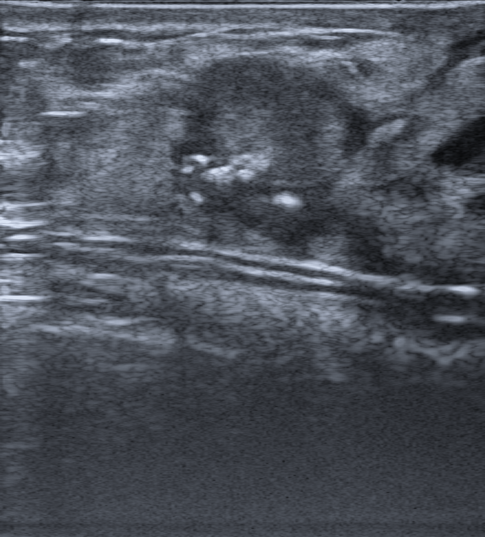
Background echotexture is homogeneous: fibroglandular. Age 43. Modality: B-mode breast ultrasound.
It has an irregular shape.
Margin: not circumscribed, spiculated, microlobulated and indistinct.
The breast lesion is hypoechoic.
There are no posterior acoustic features.
Echogenic halo: absent.
There are calcifications in the mass.
There is no skin thickening.
Histopathology: Invasive carcinoma of no special type (NST).
BI-RADS category 4C.